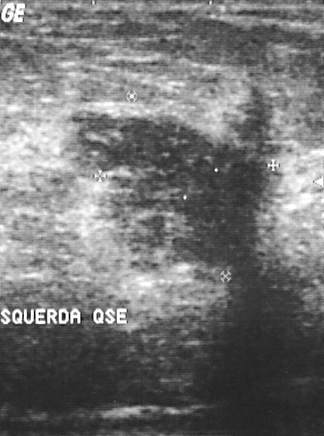
Breast sonogram.
Coordinates are pixels in the 324x436 image. Segment the lesion: bounding box top-left (67, 111), bottom-right (279, 284). The lesion is malignant on biopsy or follow-up. BI-RADS 5.